Breast ultrasound.
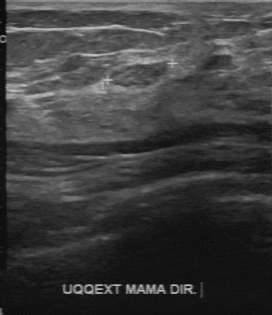
Calcifications are absent. Internal echoes are slightly hypoechoic. The boundary is clear. Contour is regular.